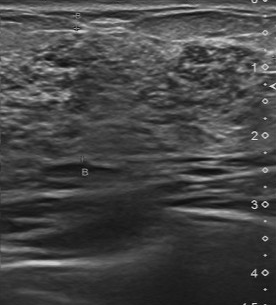
Modality: B-mode breast ultrasound.
Biopsy or follow-up result: malignant.